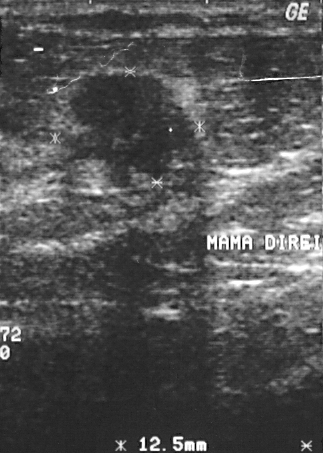
Acquired on GE Logiq 5 @10-12MHz. Imaging: B-mode breast ultrasound.
(coordinates in a 323x453 pixel frame) Finding bounding box: [67, 72, 201, 186].